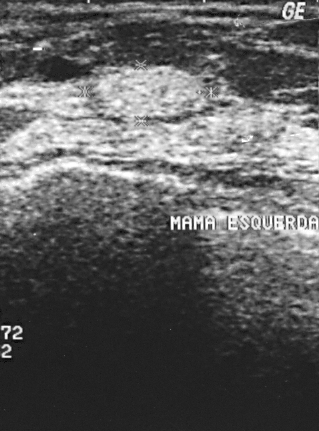
Imaging: breast ultrasound image.
Coordinates are pixels in the 319x431 image. The breast lesion is located within the bounding box x1=86, y1=66, x2=211, y2=120. The breast lesion is benign on biopsy or follow-up.